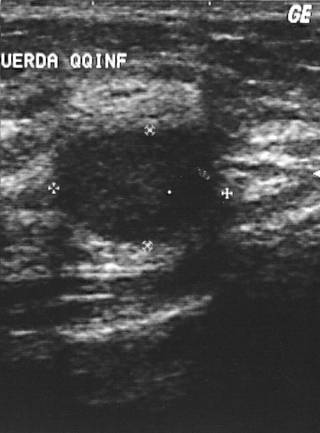
Modality: breast sonogram.
Pixel coordinates (x1, y1, x2, y2): Mass bounding box: top-left (52, 132), bottom-right (220, 241). The mass is benign on biopsy or follow-up. BI-RADS 2.